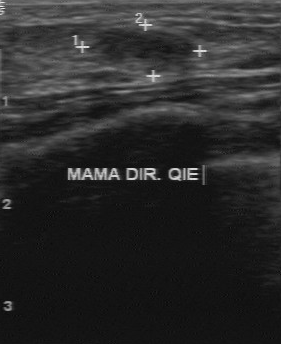
Modality: breast ultrasound scan.
The original reader assigned BI-RADS 2. The following findings are from a second reader, independent of the original assessment. The margin is regular. Boundary: clear. Echo pattern: hypoechoic. Calcifications: none. The biopsy result was fibroadenoma; the breast lesion is benign.